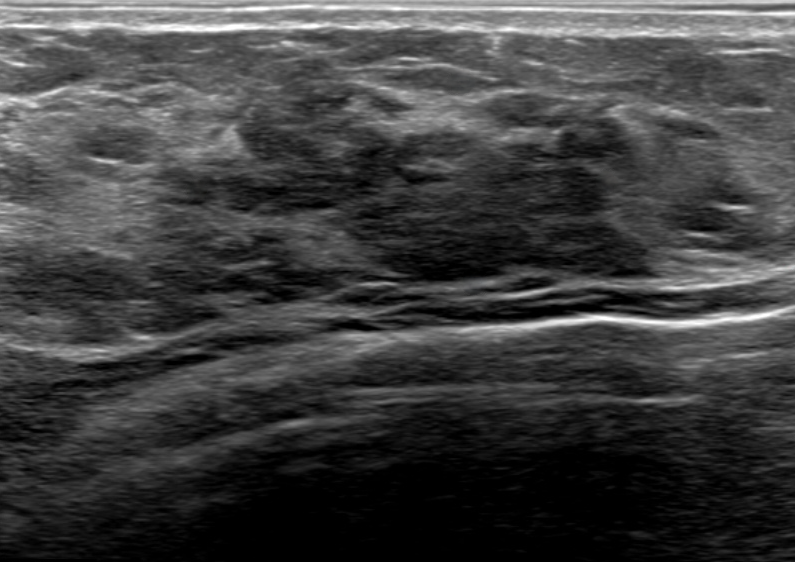
Background tissue composition: heterogeneous: predominantly fibroglandular. Breast US.
Finding: lesion, benign on biopsy or follow-up.